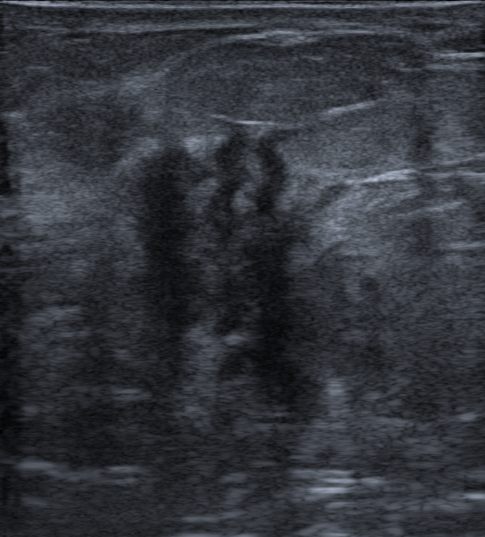
Background echotexture is homogeneous: fat. Imaging: breast ultrasound image. Patient age: 72.
Posterior features: shadowing. No calcifications are seen. The margin is not circumscribed (microlobulated and indistinct). Its echo pattern is hypoechoic. Skin thickening: none. The mass is irregular in shape. Echogenic halo: present. BI-RADS assessment: 5. Histopathology: Invasive carcinoma of no special type (NST).